Breast sonogram.
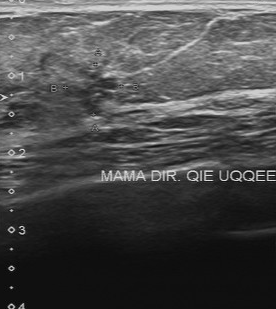
Pixel coordinates (x1, y1, x2, y2): Mass bounding box: 63 62 117 116.